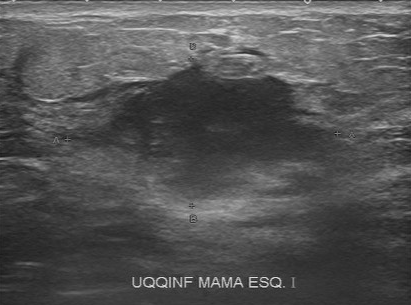
Modality: breast ultrasound scan.
Coordinates are pixels in the 411x305 image. Breast lesion bounding box: (63,58)-(349,199). The breast lesion is malignant on biopsy or follow-up.